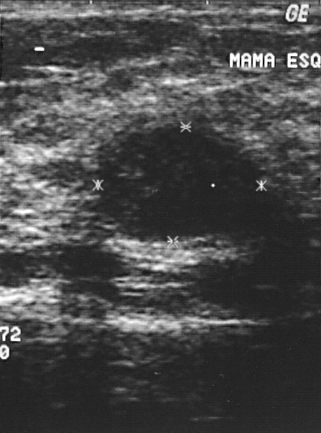
Breast ultrasound scan.
Outcome on biopsy or follow-up: benign.